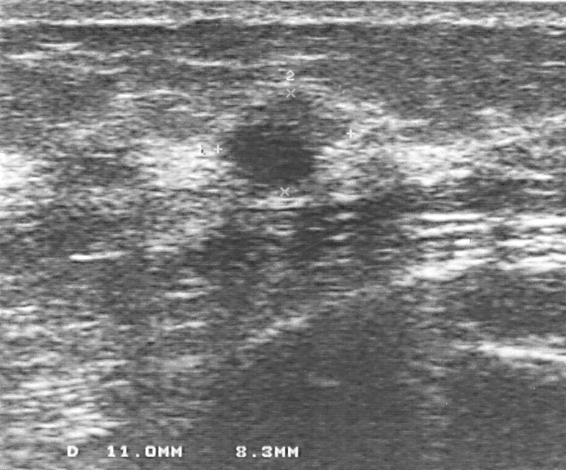
Modality: breast ultrasound. Scanner: GE Logiq 5 @10-12MHz.
BI-RADS category 3. Histopathology: fibroadenoma (benign).